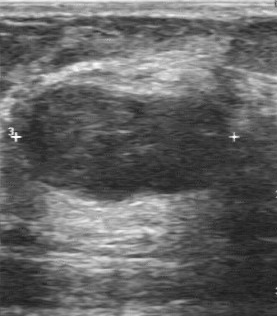
Imaging: breast sonogram.
No calcifications are seen. The boundary is clear. Lesion margin: regular. Internal echoes are hypoechoic.